Acquired on GE Logiq 7 @10-14MHz. Imaging: breast US.
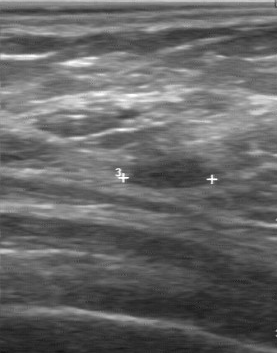
The breast lesion is located within the bounding box (129,157)-(208,189). BI-RADS 2.